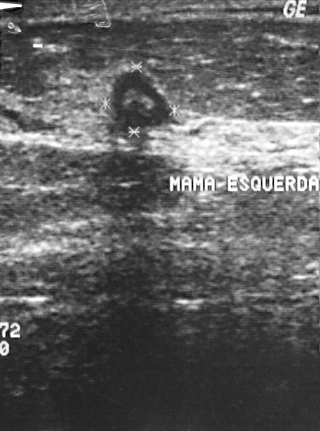
Modality: B-mode breast ultrasound.
A breast lesion is seen. Assessment: BI-RADS 2. Biopsy showed cyst, a benign finding.